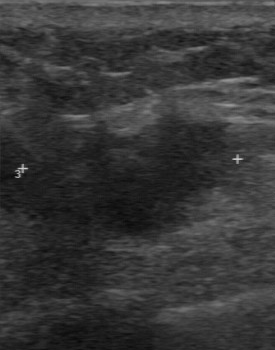
Imaging: breast ultrasound.
Coordinates are pixels in the 275x350 image. Lesion region of interest: (1,115)-(240,254). BI-RADS 4.